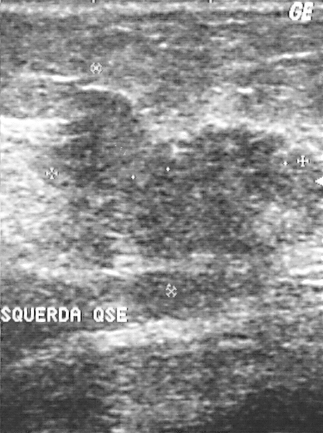
Breast ultrasound scan.
A mass is present on this breast ultrasound scan. BI-RADS category 5. The biopsy result was invasive ductal carcinoma; the mass is malignant.